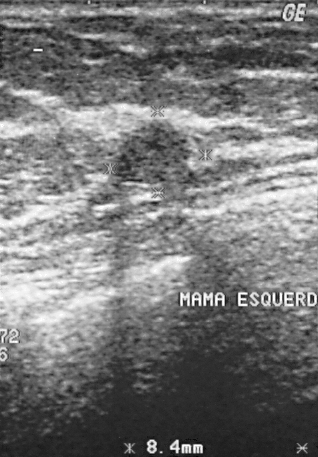
B-mode breast ultrasound.
A finding is seen with histopathology: fibroadenoma, BI-RADS: 2.